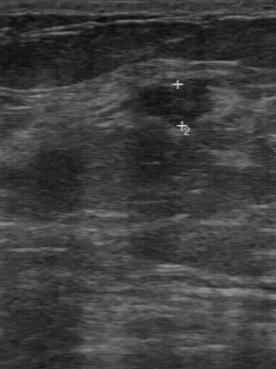
Modality: breast US.
Original-read BI-RADS category: 3. The following findings are from a second reader, independent of the original assessment. The lesion has a regular margin. Its boundary is clear. Internally the lesion is hypoechoic. Calcifications: none. The biopsy result was fibroadenoma; the lesion is benign.